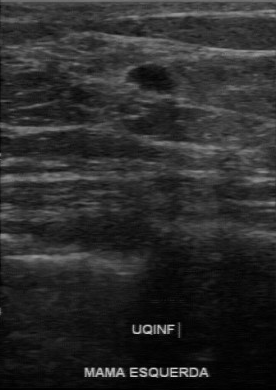
Modality: breast ultrasound.
FINDINGS: BI-RADS (second read): 3. Lesion boundary: clear. Calcifications: absent. Echogenicity: hypoechoic. Margin: partially regular. Outcome on biopsy or follow-up: benign.
OUTCOME ON BIOPSY OR FOLLOW-UP: benign.